Breast US.
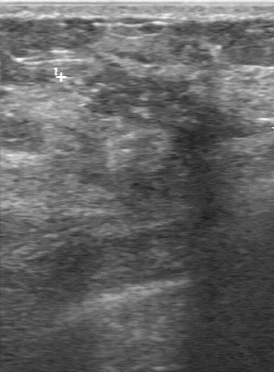
- confirmed outcome (biopsy or follow-up): malignant
- calcifications: multiple calcifications
- lesion margin: irregular
- second-reader BI-RADS: 4C
- BI-RADS (first reader): 4